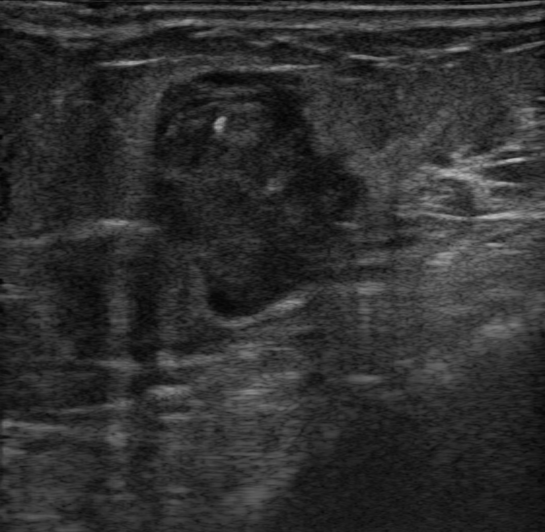
Imaging: breast sonogram.
Margin: not circumscribed, microlobulated and indistinct. The lesion has a complex cystic and solid echo pattern. No posterior acoustic features are seen. Skin thickening: none. There is an echogenic halo. Calcifications are present within the mass. The lesion is irregular in shape. The lesion is malignant on biopsy or follow-up. Histopathology: Invasive papillary carcinoma; Encapsulated papillary carcinoma. BI-RADS category 4C.